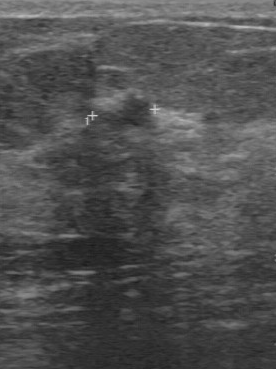
Modality: breast US.
The mass was categorized BI-RADS 4 in the original read. Findings on the second read (an independent reader): a hypoechoic mass, margin partially regular, boundary somewhat unclear. Pathology confirmed malignant invasive ductal carcinoma.